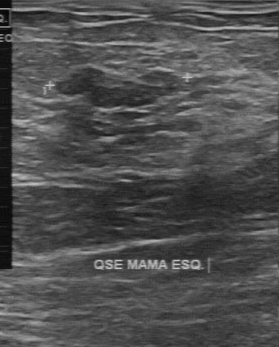
B-mode breast ultrasound.
Original-read BI-RADS category: 3. A second, independent read describes the mass as follows. The margin is partially regular. Its boundary is fairly clear. Echo pattern: slightly hypoechoic. Calcifications: none. The biopsy result was fibroadenoma; the mass is benign.